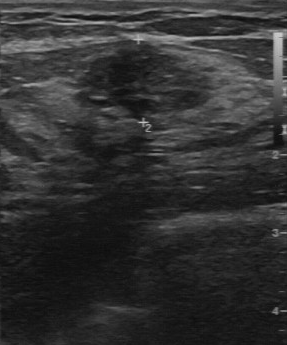
Scanner: GE Logiq 7 @10-14MHz. Breast ultrasound scan.
This breast ultrasound scan shows a breast lesion with outcome on biopsy or follow-up: benign, BI-RADS: 4.